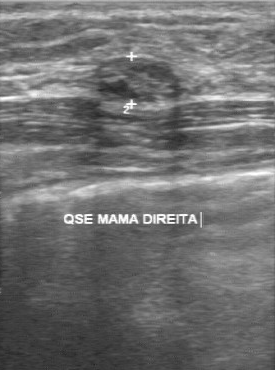
Breast ultrasound image.
FINDINGS: Breast ultrasound image. BI-RADS (first reader): 3. Independent BI-RADS assessment: 3.
OUTCOME ON BIOPSY OR FOLLOW-UP: benign.